Modality: B-mode breast ultrasound. Age 48.
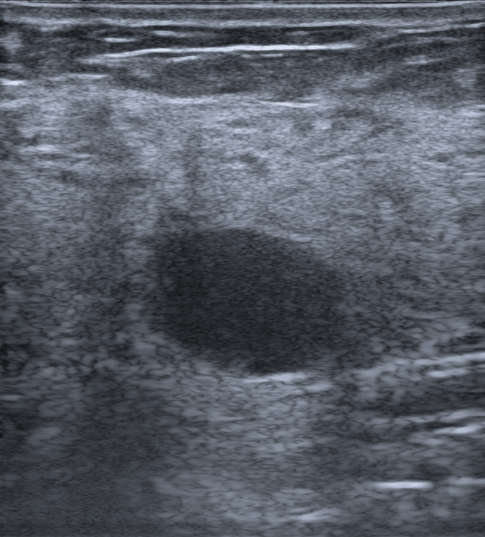
Margin: circumscribed. The BI-RADS is 2. Echogenic halo: none. Lesion shape: oval. Skin thickening: absent. There are no calcifications. The posterior features are enhancement. Echo pattern: anechoic.